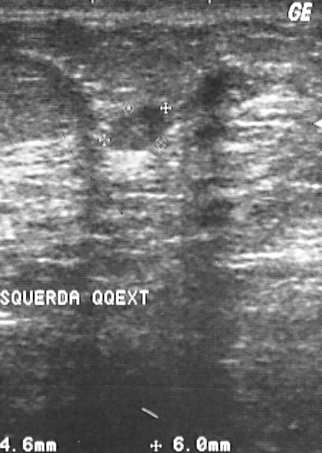
Scanner: GE Logiq 5 @10-12MHz. Modality: breast US.
FINDINGS: Breast US. BI-RADS category: 2. Biopsy result: cyst.
OUTCOME ON BIOPSY OR FOLLOW-UP: benign.